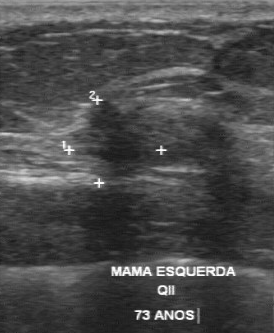
Scanner: GE Logiq 7 @10-14MHz. Breast ultrasound image.
- independent BI-RADS assessment: 4B